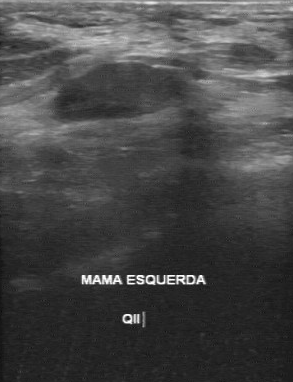
Modality: breast sonogram.
- biopsy result: fibroadenoma
- BI-RADS category: 3
- confirmed outcome (biopsy or follow-up): benign